Imaging: breast ultrasound scan.
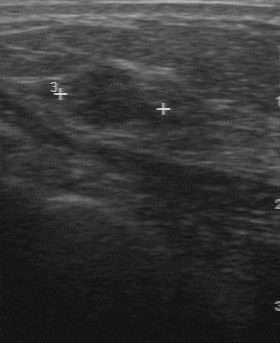
FINDINGS: Second-reader BI-RADS: 3. BI-RADS (first reader): 4.